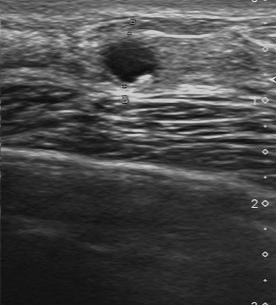
Breast ultrasound. Acquired on Toshiba Aplio 300 @12-14 MHz.
Breast ultrasound findings:
- BI-RADS: 4
- pathology: apocrine metaplasia
- confirmed outcome (biopsy or follow-up): benign